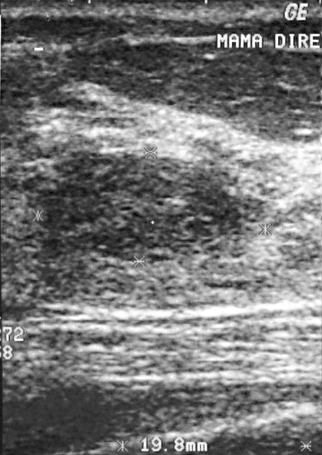
Breast sonogram.
Biopsy or follow-up result: benign.